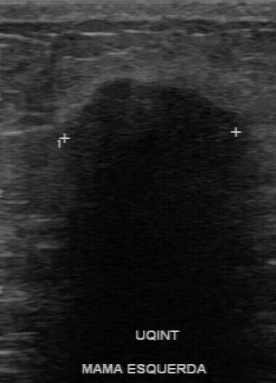
Breast ultrasound image.
BI-RADS 4 in the original read.
The following findings are from a second reader, independent of the original assessment.
The mass is hypoechoic.
Calcifications: none.
The margin is partially regular.
Its boundary is unclear.
The biopsy result was invasive ductal carcinoma; the mass is malignant.